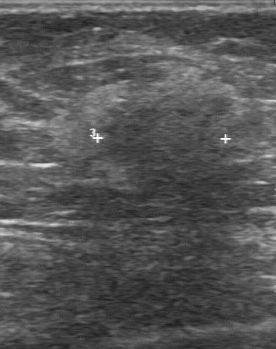
Imaging: B-mode breast ultrasound.
Internal echoes: heterogeneous. The BI-RADS on independent re-read is 4A.